Modality: breast US.
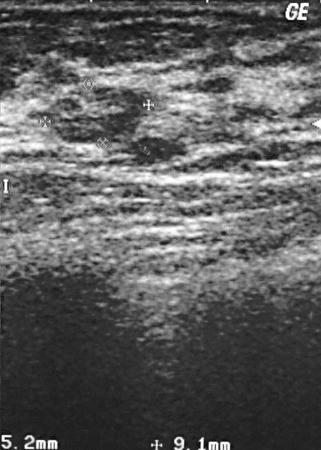
A breast lesion is present on this breast US. It was assessed as BI-RADS 2. Biopsy showed fibroadenoma, a benign finding.